Modality: breast US.
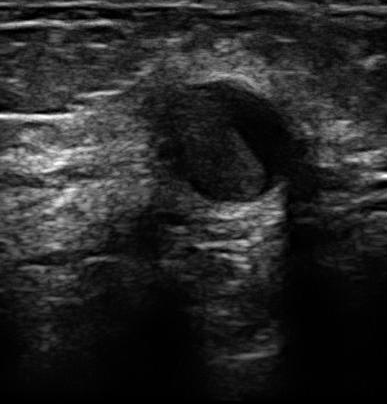
The mass was categorized BI-RADS 3 in the original read. Descriptors from an independent second read (not the reader who assigned the category): The mass has a partially regular margin. Boundary: fairly clear. Internally the mass is hypoechoic. There are no calcifications. The biopsy result was cyst; the mass is benign.